B-mode breast ultrasound. 87-year-old patient.
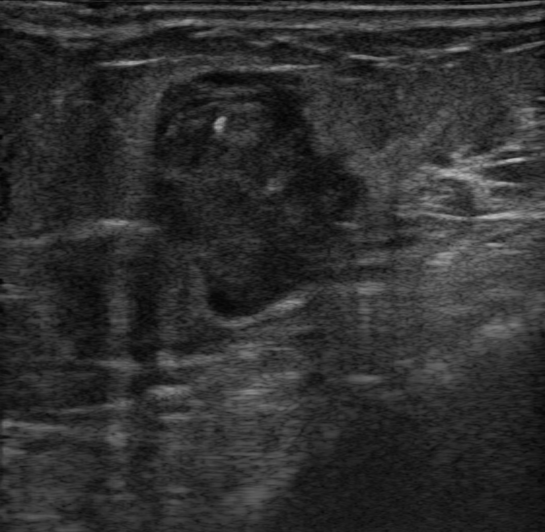
Biopsy or follow-up result: malignant.